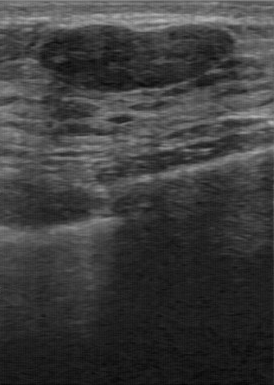
Modality: breast US.
Coordinates are pixels in the 274x385 image. The breast lesion occupies approximately [41, 24, 234, 91].